Patient age: 43. Breast ultrasound image.
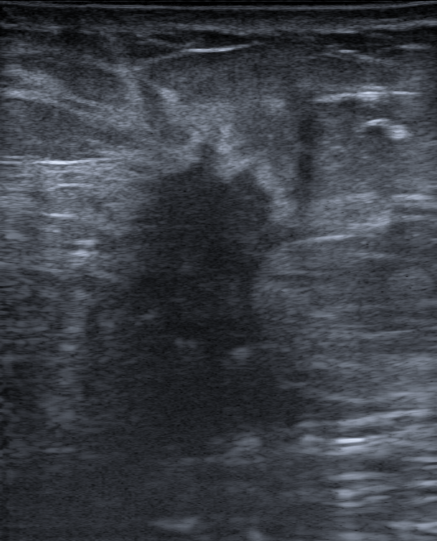
Assigned BI-RADS 5. Internally the mass is hypoechoic. Shape: irregular. The margin is not circumscribed (spiculated, angular, microlobulated and indistinct). Posterior features: shadowing. Skin thickening: none. There is an echogenic halo. Calcifications: none.